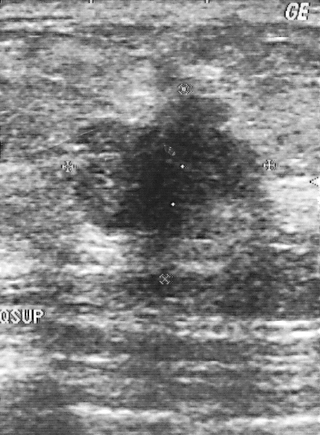
Breast ultrasound image.
A breast lesion is seen. It was assessed as BI-RADS 5. Histopathology: invasive ductal carcinoma (malignant).